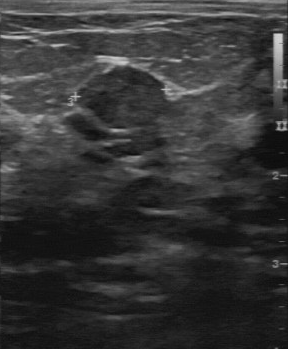
Modality: breast sonogram.
Biopsy result: fibroadenoma. Confirmed outcome (biopsy or follow-up): benign. BI-RADS category: 3.
OUTCOME ON BIOPSY OR FOLLOW-UP: benign.